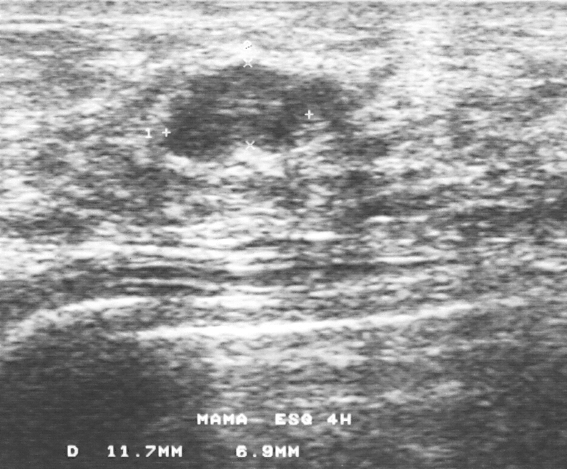
Breast US. Scanner: GE Logiq 5 @10-12MHz.
Biopsy showed fibroadenoma.
BI-RADS category 3.
Biopsy or follow-up result: benign.